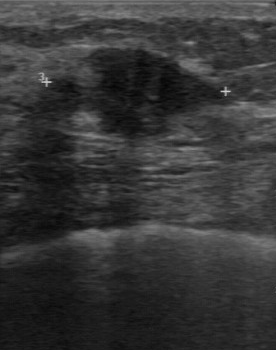
Modality: breast ultrasound.
Outcome on biopsy or follow-up: malignant.